Modality: breast ultrasound image.
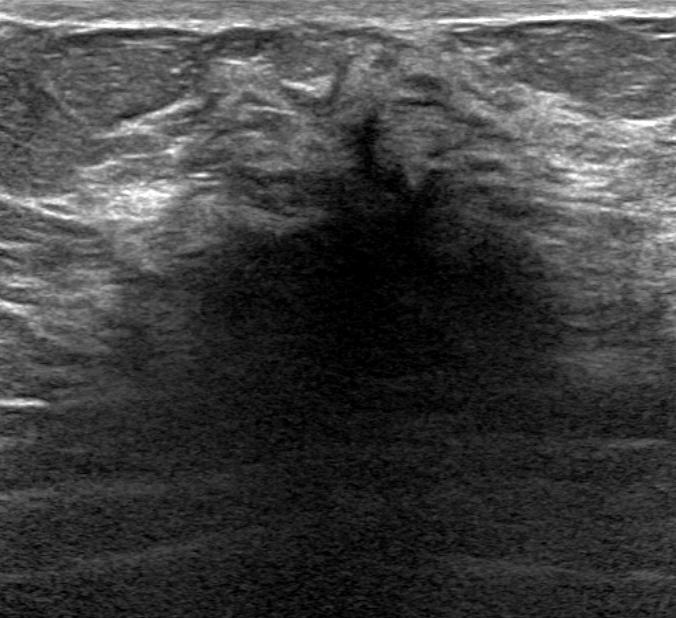
Pixel coordinates (x1, y1, x2, y2): Finding bounding box: (159,102)-(570,392). BI-RADS 4C.